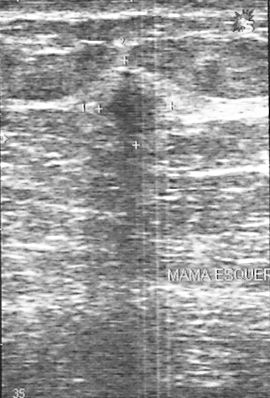
Imaging: breast ultrasound.
Pixel coordinates (x1, y1, x2, y2): Lesion region of interest: (103,65)-(169,144).